Imaging: breast sonogram. Scanner: GE Logiq 5 @10-12MHz.
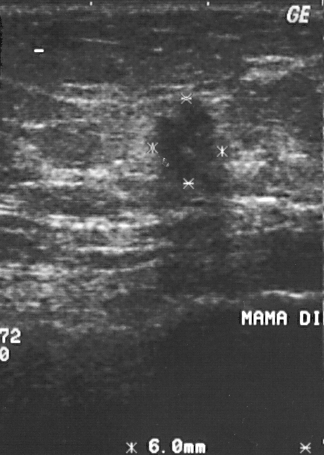
A lesion is present on this breast sonogram. Assessment: BI-RADS 4. Pathology confirmed malignant invasive ductal carcinoma.